Acquired on U-Systems @10-14MHz. Modality: breast ultrasound scan.
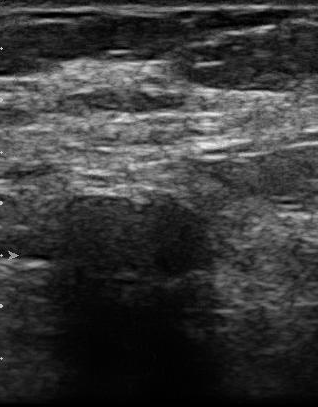
- BI-RADS (first reader): 3
- BI-RADS (second read): 4A